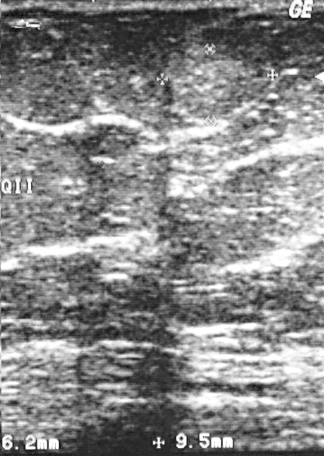
Acquired on GE Logiq 5 @10-12MHz. Imaging: breast ultrasound image.
The finding is located within the bounding box top-left (161, 46), bottom-right (262, 116). BI-RADS 2.